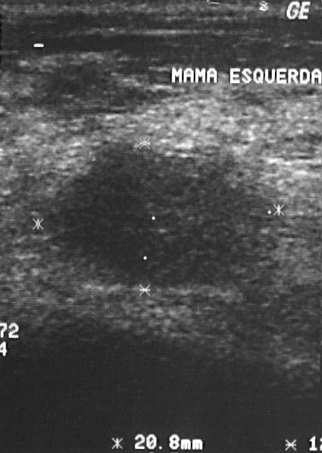
Imaging: breast sonogram. Scanner: GE Logiq 5 @10-12MHz.
BI-RADS category 4. Histopathology: invasive ductal carcinoma (malignant). Biopsy or follow-up result: malignant.